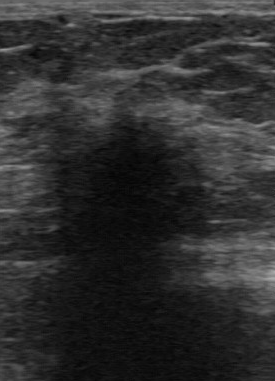
Modality: breast ultrasound scan.
Lesion characteristics:
- calcifications: absent
- lesion boundary: unclear
- lesion margin: irregular
- echo pattern: hypoechoic